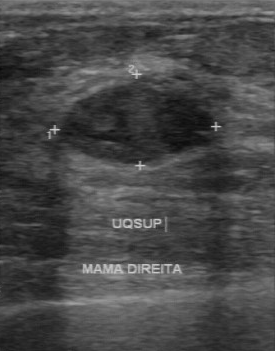
Imaging: breast ultrasound.
Pixel coordinates (x1, y1, x2, y2): Lesion bounding box: top-left (59, 83), bottom-right (213, 165).